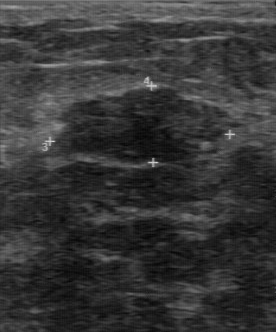
Modality: breast sonogram.
BI-RADS 4 in the original read; on a second read the margin is partially regular, the boundary fairly clear and the mass hypoechoic. There are no calcifications. Pathology confirmed benign fibroadenoma.